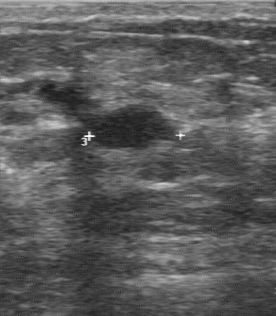
Modality: breast ultrasound image.
FINDINGS: Breast ultrasound image. Original BI-RADS: 3. BI-RADS (second read): 3. Confirmed outcome (biopsy or follow-up): benign.